Imaging: breast US.
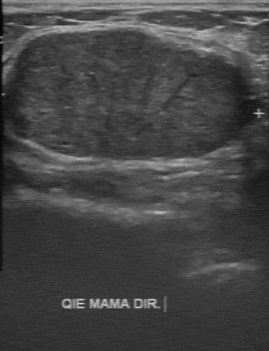
The breast lesion demonstrates confirmed outcome (biopsy or follow-up): benign, BI-RADS category: 2.